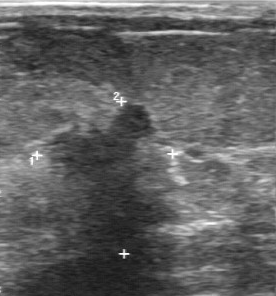
Modality: breast ultrasound. Scanner: GE Logiq 7 @10-14MHz.
Original-read BI-RADS category: 5.
On a second read by an independent reader:
The lesion boundary is unclear.
Margin: irregular.
No calcifications are seen.
Internally the lesion is hypoechoic.
Biopsy showed invasive ductal carcinoma, a malignant finding.